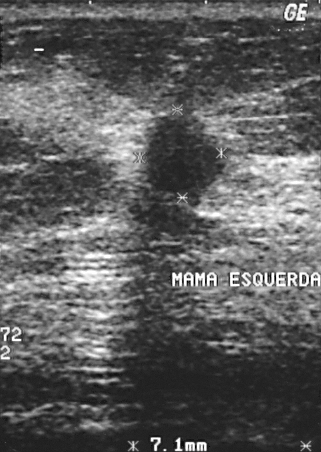
Modality: breast ultrasound scan.
A finding is present on this breast ultrasound scan. It was assessed as BI-RADS 4. Pathology confirmed malignant invasive ductal carcinoma.